Breast ultrasound image.
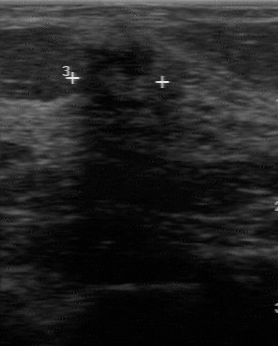
This breast ultrasound image shows a breast lesion, malignant on biopsy or follow-up.